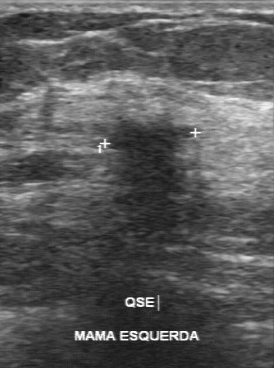
B-mode breast ultrasound.
The breast lesion was categorized BI-RADS 5 in the original read.
Descriptors from an independent second read (not the reader who assigned the category):
Margin: irregular.
The lesion boundary is unclear.
The breast lesion is hypoechoic.
There are no calcifications.
The biopsy result was invasive ductal carcinoma; the breast lesion is malignant.